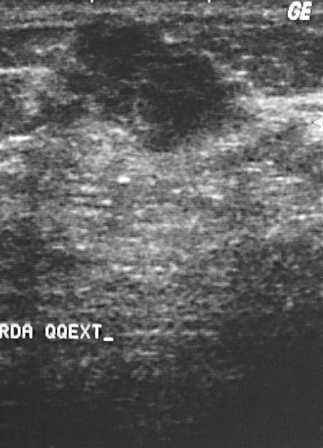
Imaging: breast ultrasound image.
The mass is malignant on biopsy or follow-up.